Modality: breast ultrasound image.
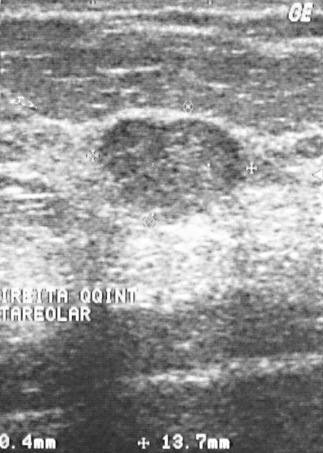
Lesion bounding box: top-left (97, 119), bottom-right (242, 219). The lesion is benign on biopsy or follow-up. BI-RADS 3.